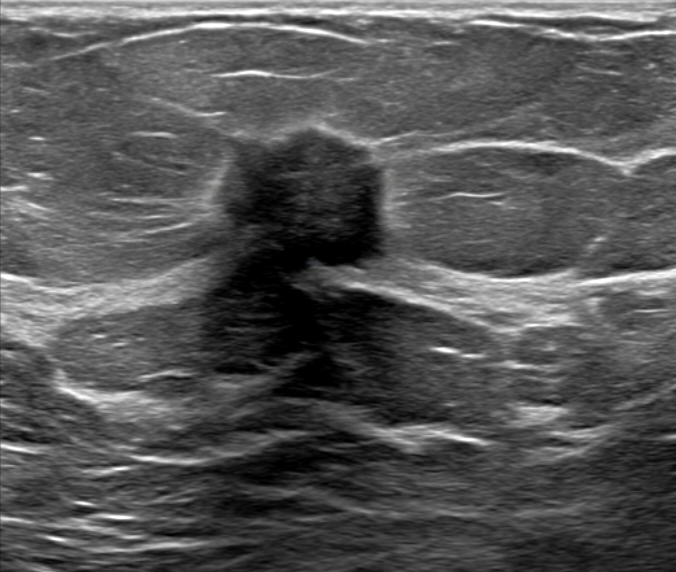
Breast ultrasound.
An irregular, hypoechoic lesion with non-circumscribed (angular and indistinct) margins is seen. Posterior features: shadowing. An echogenic halo is present. Calcifications: in a mass. The lesion is categorized as BI-RADS 5; on biopsy or follow-up it was malignant. Histopathology: Invasive carcinoma of no special type (NST); Mucinous carcinoma.